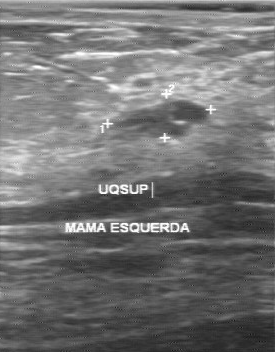
Imaging: breast sonogram.
BI-RADS 3 in the original read; on a second read the margin is regular, the boundary clear and the lesion hypoechoic. No calcifications are seen. The biopsy result was cyst; the lesion is benign.